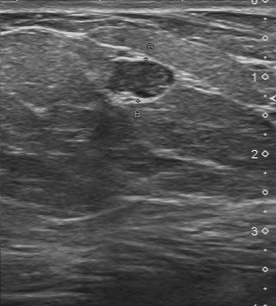
Breast ultrasound.
Original-read BI-RADS category: 4. Descriptors from an independent second read (not the reader who assigned the category): Its boundary is clear. Echo pattern: slightly hypoechoic. There are no calcifications. The finding has a regular margin. The biopsy result was fibroadenoma; the finding is benign.